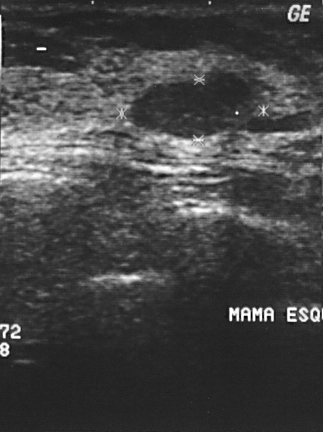
Acquired on GE Logiq 5 @10-12MHz. B-mode breast ultrasound.
Biopsy or follow-up result: benign. BI-RADS 2.